Imaging: breast sonogram.
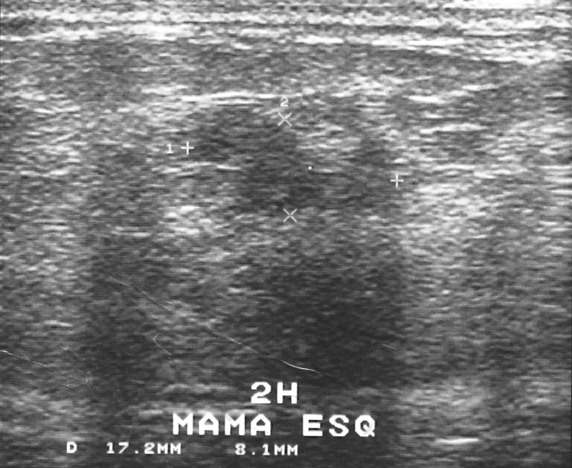
(coordinates in a 572x468 pixel frame) The finding occupies approximately (187,106)-(393,216). BI-RADS 4.